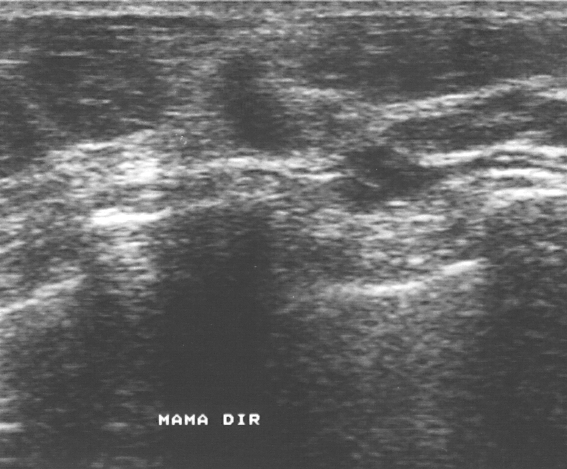
Modality: breast US.
Coordinates are pixels in the 567x469 image. The breast lesion occupies approximately x1=210, y1=52, x2=303, y2=156. The breast lesion is malignant on biopsy or follow-up. BI-RADS 4.